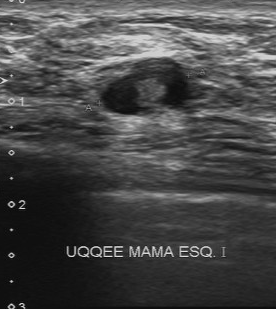
Modality: B-mode breast ultrasound.
The mass is benign on biopsy or follow-up.